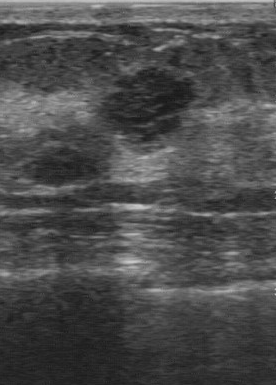
B-mode breast ultrasound.
(coordinates in a 276x385 pixel frame) The mass occupies approximately (100,67)-(194,141).